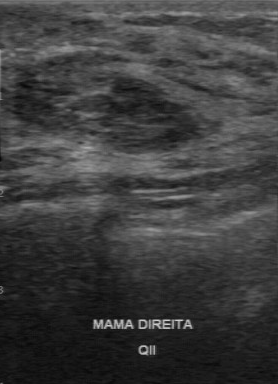
Scanner: GE Logiq 7 @10-14MHz. B-mode breast ultrasound.
This B-mode breast ultrasound shows a breast lesion, benign on biopsy or follow-up. BI-RADS 4.